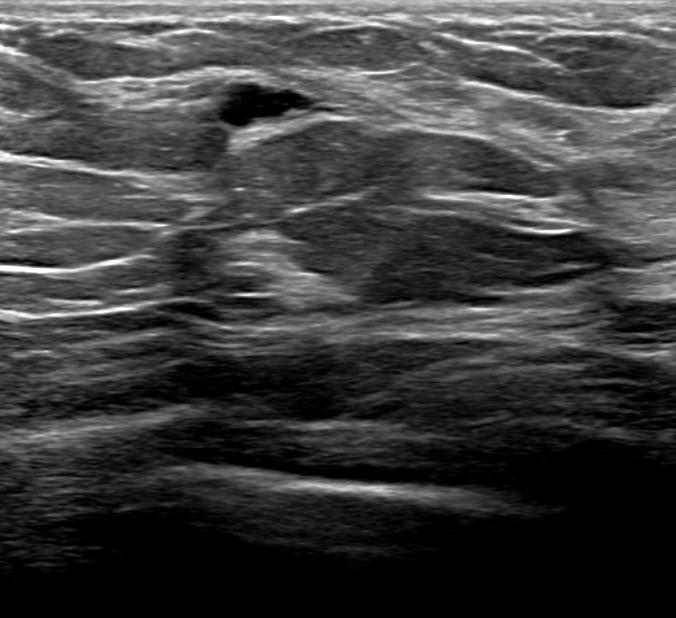
Breast sonogram.
Lesion region of interest: x1=218, y1=82, x2=307, y2=128. The mass is benign on biopsy or follow-up.